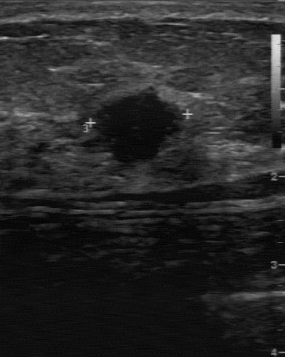
Breast US.
BI-RADS 4 in the original read. On a second, independent read, a breast lesion with a partially regular margin and a fairly clear boundary is seen; it is hypoechoic. Pathology confirmed malignant medullary carcinoma.